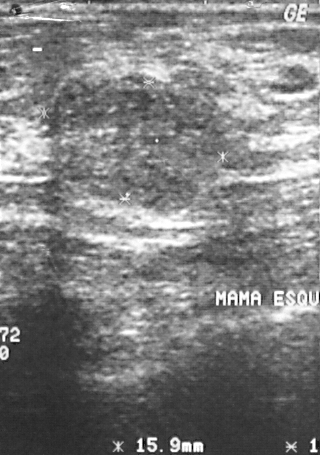
Scanner: GE Logiq 5 @10-12MHz. B-mode breast ultrasound.
Biopsy showed fibrocystic changes.
Biopsy or follow-up result: benign.
Assigned BI-RADS 2.